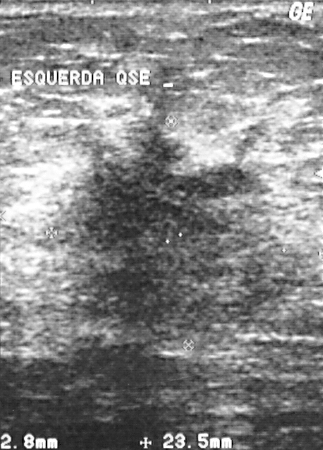
Modality: breast ultrasound.
The finding is located within the bounding box (74, 110) to (274, 331).